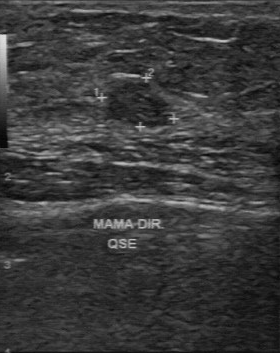
Imaging: breast ultrasound.
The breast lesion was categorized BI-RADS 3 in the original read. A second reader, independent of the original assessment, describes a slightly hypoechoic breast lesion with a regular margin; the boundary is clear. Calcifications: none. Biopsy showed invasive ductal carcinoma, a malignant finding.